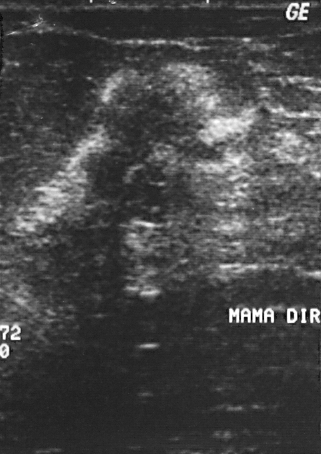
Scanner: GE Logiq 5 @10-12MHz. Imaging: breast sonogram.
BI-RADS category: 5. Outcome on biopsy or follow-up: benign.